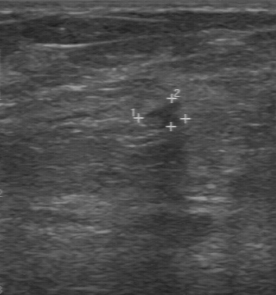
Modality: breast sonogram.
Outcome on biopsy or follow-up is malignant. BI-RADS is 3. The pathology is invasive ductal carcinoma.